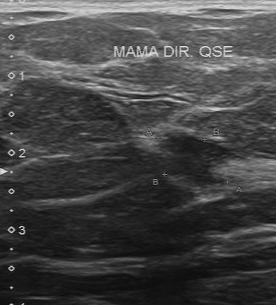
Breast sonogram.
FINDINGS: BI-RADS category: 5. Biopsy or follow-up result: malignant.
OUTCOME ON BIOPSY OR FOLLOW-UP: malignant.